Breast ultrasound.
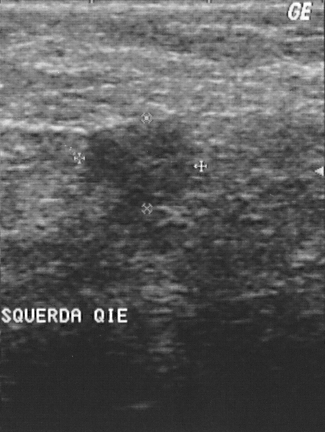
Finding: mass, malignant on biopsy or follow-up.